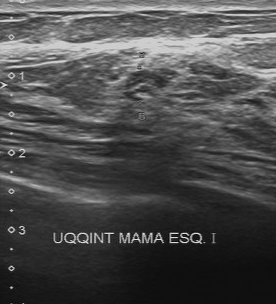
Modality: breast ultrasound.
FINDINGS: BI-RADS (first reader): 4. BI-RADS (second read): 2. Pathology: hyperplasia.
OUTCOME ON BIOPSY OR FOLLOW-UP: benign.